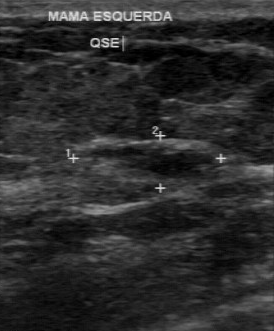
Modality: B-mode breast ultrasound.
FINDINGS: BI-RADS category: 4. Histopathology: invasive ductal carcinoma.
OUTCOME ON BIOPSY OR FOLLOW-UP: malignant.